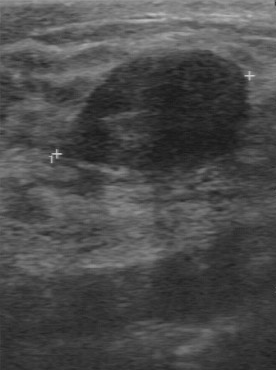
Breast US.
Outcome on biopsy or follow-up: benign.